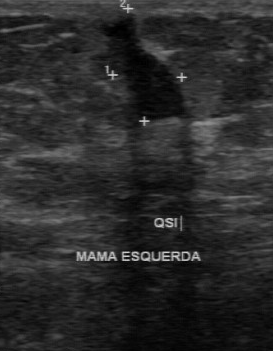
B-mode breast ultrasound.
The lesion demonstrates biopsy or follow-up result: malignant, BI-RADS: 4.